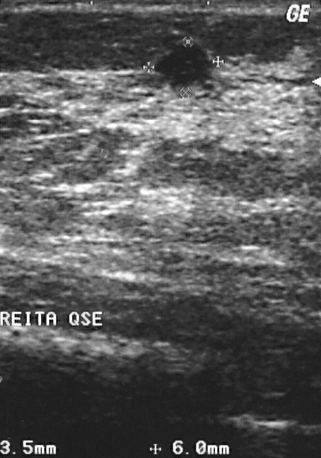
Modality: breast ultrasound scan.
Finding bounding box: x1=156, y1=42, x2=208, y2=85.